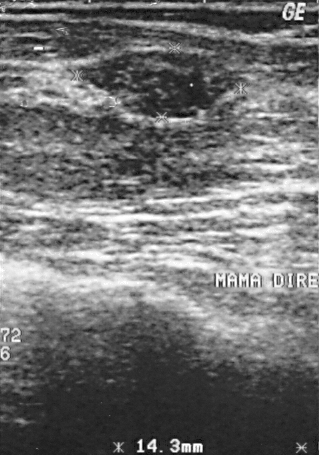
Breast ultrasound image.
Assigned BI-RADS 2.
This breast lesion proved benign on biopsy or follow-up.
The biopsy result was fibroadenoma.